Breast ultrasound scan.
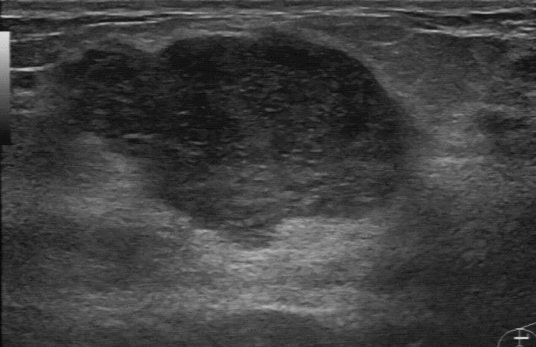
A finding is seen with biopsy or follow-up result: benign, BI-RADS category: 4.